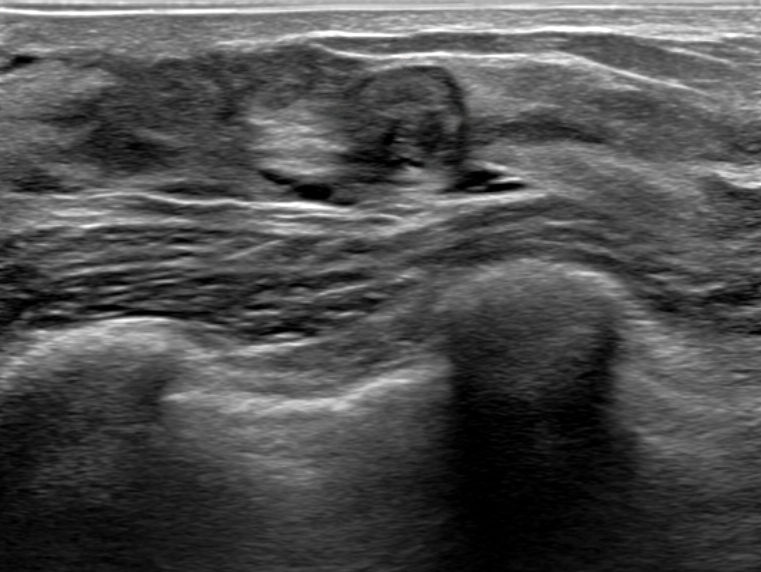
Breast ultrasound image. Age 47.
Findings: an oval lesion of heterogeneous echotexture with circumscribed margins. There are no posterior acoustic features. There is no echogenic halo. No calcifications are seen. BI-RADS assessment: 4B; biopsy or follow-up result: benign. Histopathology: Intraductal papilloma.